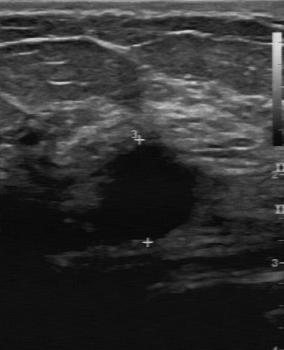
Scanner: GE Logiq 7 @10-14MHz. Modality: B-mode breast ultrasound.
BI-RADS 5 in the original read. On a second, independent read, a finding with an irregular margin and an unclear boundary is seen; it is hypoechoic. Calcifications: none. Pathology confirmed malignant invasive ductal carcinoma.